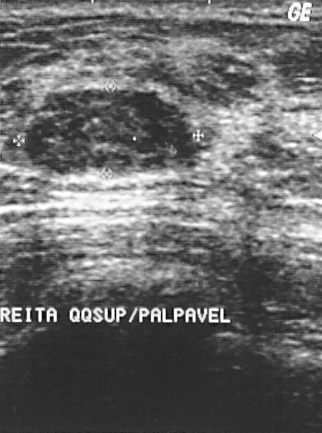
Imaging: breast US.
Coordinates are pixels in the 322x433 image. The lesion occupies approximately top-left (25, 87), bottom-right (194, 175). The lesion is benign on biopsy or follow-up.